Modality: breast ultrasound.
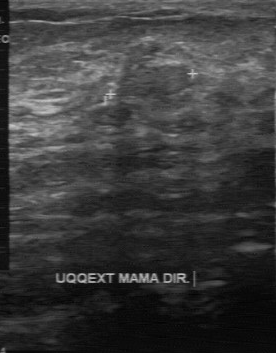
(coordinates in a 276x353 pixel frame) The mass is located within the bounding box (119,67)-(188,96).